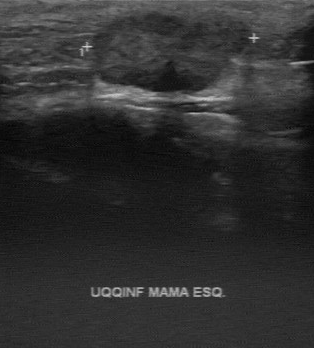
Modality: breast US. Acquired on GE Logiq 7 @10-14MHz.
The lesion demonstrates slightly hypoechoic echo pattern, calcifications: none, regular lesion margin, clear lesion boundary.